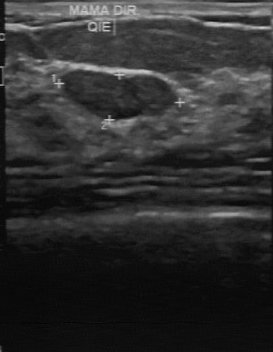
Imaging: breast ultrasound.
Biopsy or follow-up result: benign. Histopathology: fibroadenoma. BI-RADS assessment: 3.
OUTCOME ON BIOPSY OR FOLLOW-UP: benign.